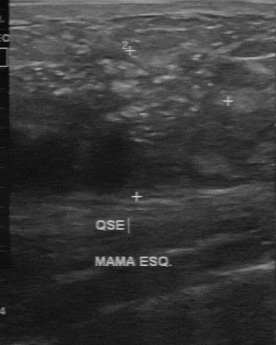
Breast ultrasound image.
Confirmed outcome (biopsy or follow-up) is malignant. Calcifications: multiple clustered microcalcifications. Lesion margin: irregular. Internal echoes are heterogeneous. Lesion boundary: unclear.